Modality: breast ultrasound.
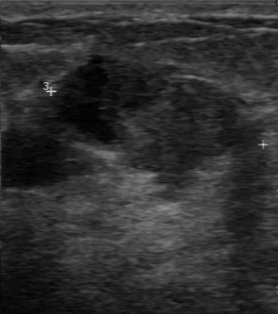
Finding bounding box: x1=47, y1=56, x2=242, y2=178. The finding is benign on biopsy or follow-up.